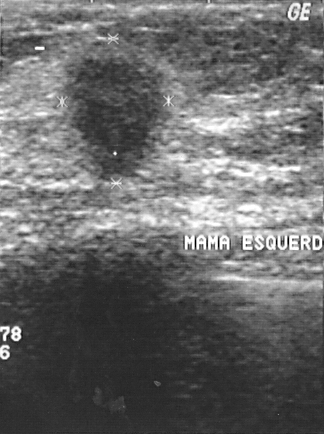
Imaging: breast ultrasound scan.
This breast ultrasound scan shows a breast lesion. It was assessed as BI-RADS 4. Histopathology: invasive ductal carcinoma (malignant).